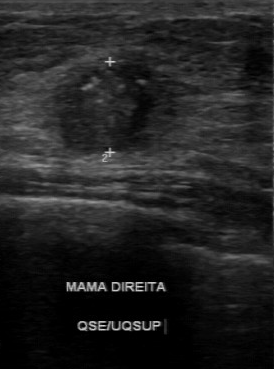
Modality: breast ultrasound scan.
Echo pattern: hypoechoic. Biopsy or follow-up result: malignant. Calcifications: microcalcifications. Boundary: unclear. Histopathology: invasive ductal carcinoma. Contour: irregular.